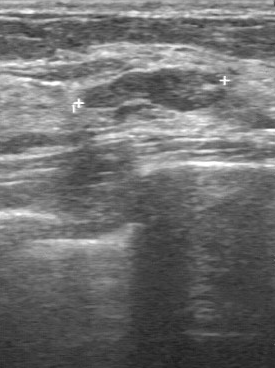
Modality: breast ultrasound scan.
The original reader assigned BI-RADS 3.
Descriptors from an independent second read (not the reader who assigned the category):
The margin is partially regular.
Its boundary is clear.
Echo pattern: slightly hypoechoic.
The lesion contains coarse calcifications.
The biopsy result was fibroadenoma; the lesion is benign.